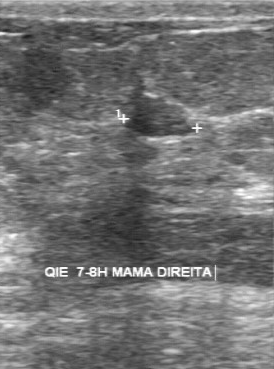
Acquired on GE Logiq 7 @10-14MHz. Modality: breast ultrasound.
Coordinates are pixels in the 274x369 image. Lesion region of interest: (124,95)-(196,136).